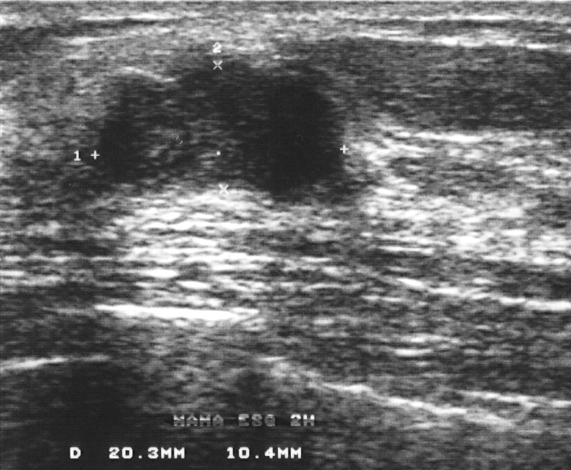
Breast ultrasound. Scanner: GE Logiq 5 @10-12MHz.
Outcome on biopsy or follow-up: benign. BI-RADS 4.